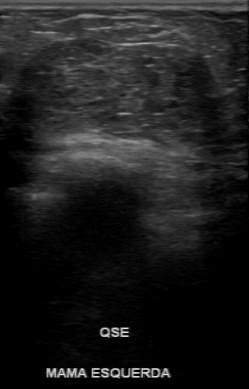
Breast sonogram.
BI-RADS category: 4. The outcome on biopsy or follow-up is malignant.